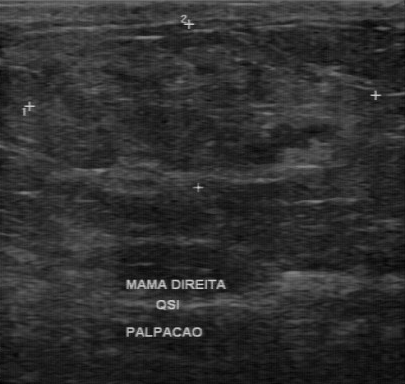
Breast sonogram.
The original reader assigned BI-RADS 3.
A second, independent read describes the breast lesion as follows.
The breast lesion has a regular margin.
Its boundary is clear.
Internally the breast lesion is hypoechoic.
No calcifications are seen.
Biopsy showed hamartoma, a benign finding.